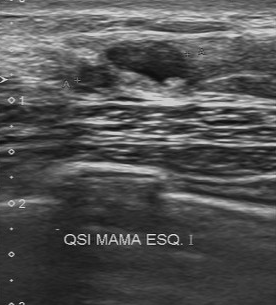
Modality: breast ultrasound image.
Biopsy or follow-up result: benign.